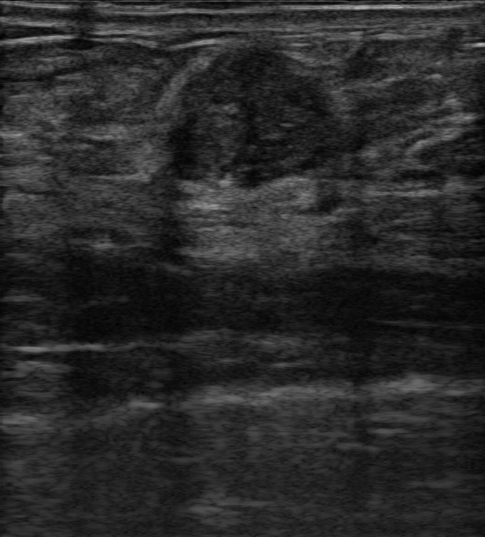
Age 25. Background echotexture is homogeneous: fibroglandular. Imaging: B-mode breast ultrasound.
The mass is benign on biopsy or follow-up.